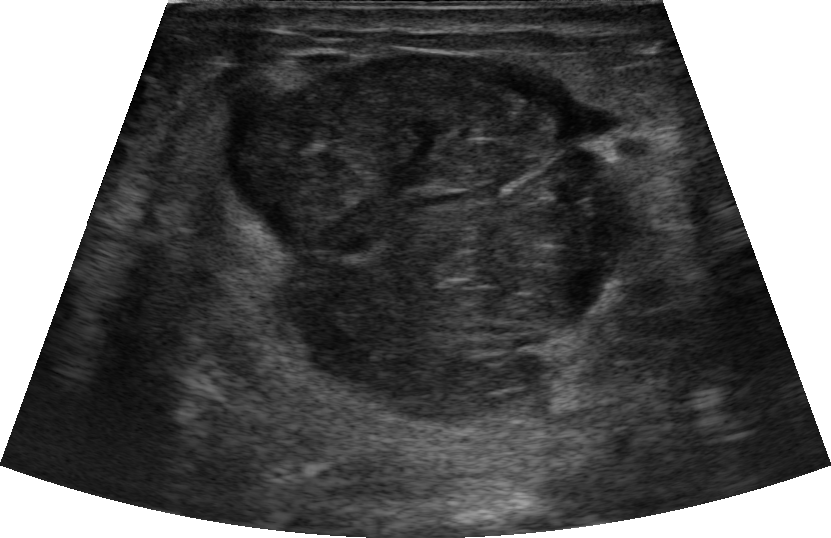
Modality: breast US. Patient age: 49.
An oval, hypoechoic breast lesion with a circumscribed margin is seen. There are no posterior features. No calcifications are seen. Echogenic halo: absent. BI-RADS 4A; benign on biopsy or follow-up. Differential on reading: Suspicion of malignancy; Fibroadenoma; Phyllodes tumor. Histopathology: Fibroadenoma; Phyllodes tumor.